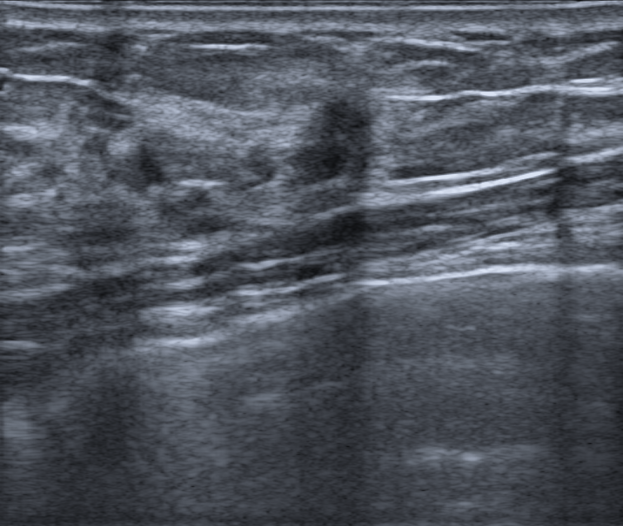
Background echotexture is heterogeneous: predominantly fibroglandular. Modality: breast US.
Finding: lesion, benign on biopsy or follow-up.